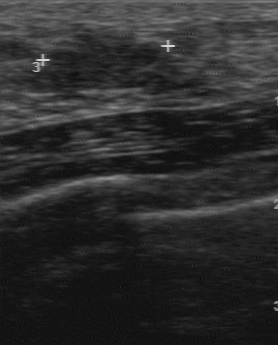
Breast US.
(coordinates in a 278x345 pixel frame) The lesion is located within the bounding box [51, 29, 161, 78].